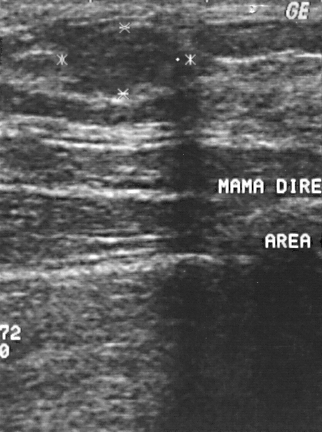
Imaging: breast ultrasound.
Pixel coordinates (x1, y1, x2, y2): Segment the lesion: bounding box (67, 27) to (187, 94). The lesion is benign on biopsy or follow-up.